Breast ultrasound image.
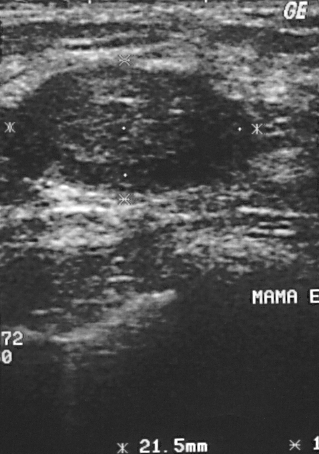
The mass is located within the bounding box (11, 63) to (259, 196). The mass is benign on biopsy or follow-up.